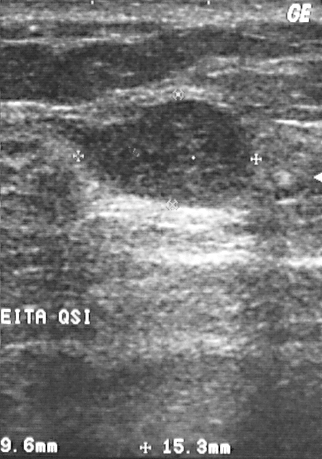
Modality: breast ultrasound.
FINDINGS: Histopathology: fibroadenoma. Confirmed outcome (biopsy or follow-up): benign. BI-RADS category: 2.
OUTCOME ON BIOPSY OR FOLLOW-UP: benign.